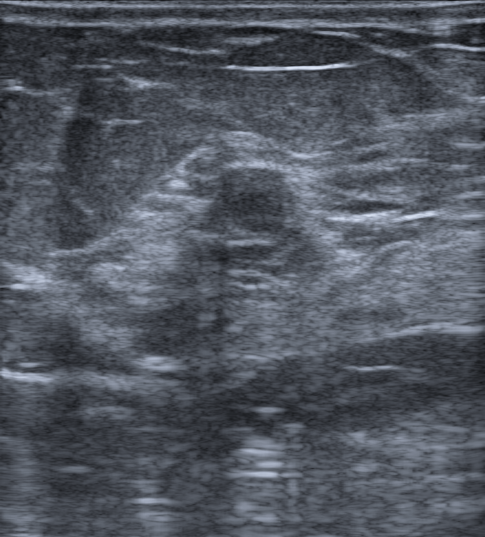
Imaging: breast ultrasound scan.
This breast ultrasound scan shows a lesion, benign on biopsy or follow-up. (BI-RADS category 4A.)